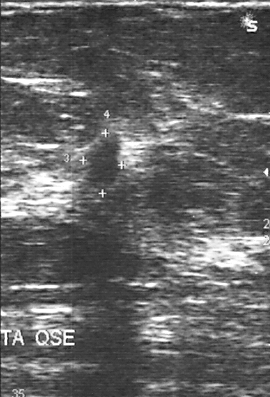
Scanner: GE Logiq 5 @10-12MHz. Imaging: breast US.
A breast lesion is present on this breast US. It was assessed as BI-RADS 4. Biopsy showed invasive lobular carcinoma, a malignant finding.